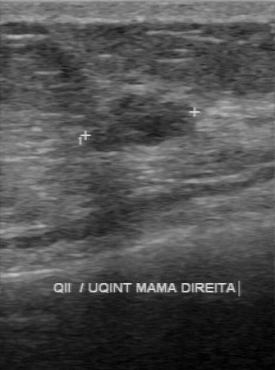
Modality: breast ultrasound image.
BI-RADS 4 in the original read; on a second read the margin is regular, the boundary clear and the finding hypoechoic. Histopathology: sclerosing adenosis (benign).